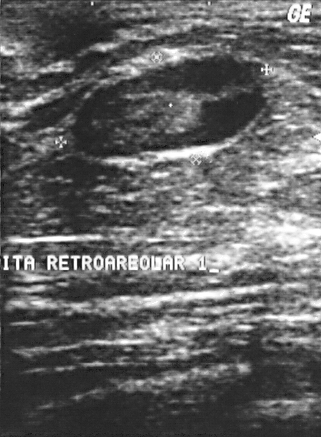
Breast ultrasound.
The mass is benign on biopsy or follow-up. BI-RADS 4.